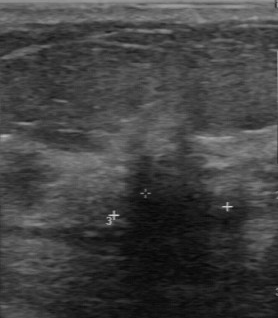
Modality: breast ultrasound image.
Outcome on biopsy or follow-up: malignant. BI-RADS 4.